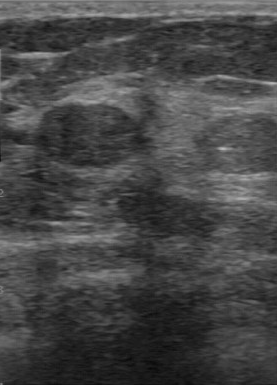
Modality: breast ultrasound image. Acquired on GE Logiq 7 @10-14MHz.
Breast lesion: benign on biopsy or follow-up.